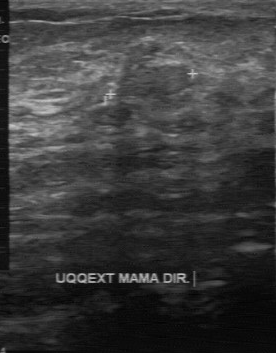
Imaging: breast US.
The lesion boundary is clear. There are no calcifications. The BI-RADS on independent re-read is 3. Echogenicity is isoechoic. The original BI-RADS is 3. The margin is regular.